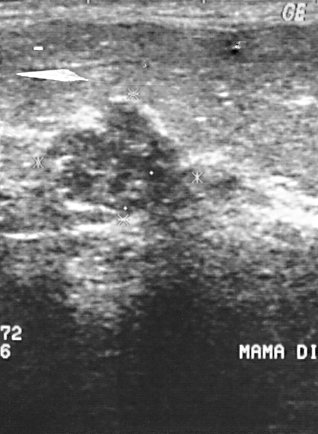
Imaging: breast ultrasound.
This breast ultrasound shows a lesion with BI-RADS: 4, histopathology: intraductal papilloma, outcome on biopsy or follow-up: benign.